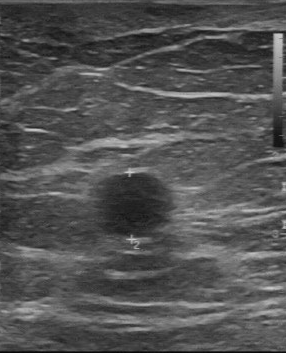
Imaging: breast ultrasound scan.
- lesion boundary: fairly clear
- BI-RADS (first reader): 2
- calcifications: absent
- BI-RADS on independent re-read: 3